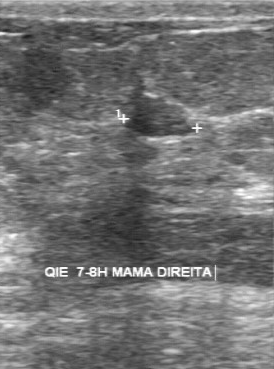
Modality: breast sonogram. Acquired on GE Logiq 7 @10-14MHz.
The original reader assigned BI-RADS 3. Findings on the second read (an independent reader): a slightly hypoechoic mass, margin partially regular, boundary fairly clear. No calcifications are seen. Biopsy showed sclerosing adenosis, a benign finding.